Modality: breast ultrasound image. Acquired on GE Logiq 7 @10-14MHz.
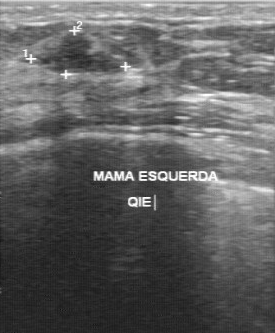
The lesion margin is regular. The BI-RADS (second read) is 3. The echogenicity is hypoechoic.